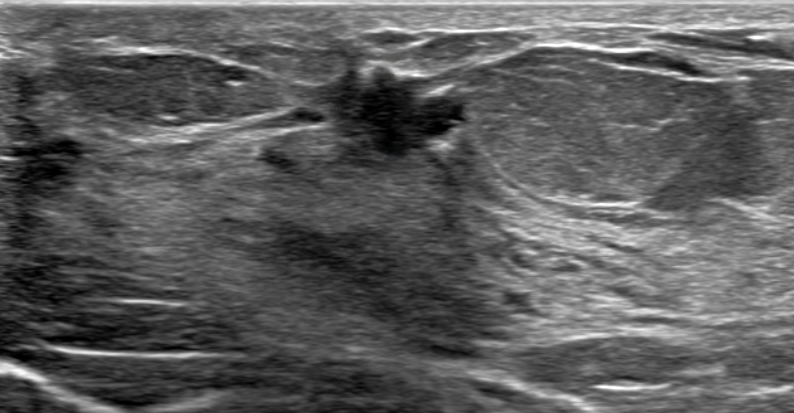
Background tissue composition: heterogeneous: predominantly fat. Breast ultrasound scan.
Pixel coordinates (x1, y1, x2, y2): Finding bounding box: 293 65 467 162. The finding is malignant on biopsy or follow-up.